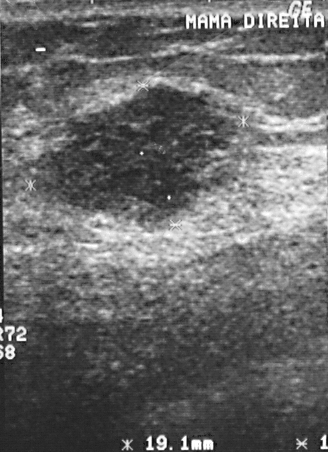
Imaging: breast ultrasound image.
Biopsy showed invasive ductal carcinoma, a malignant finding. The breast lesion is assessed as BI-RADS 4.